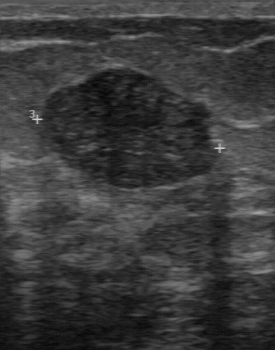
Imaging: breast US.
(coordinates in a 275x350 pixel frame) Segment the finding: bounding box (38, 68) to (219, 190). BI-RADS 3.